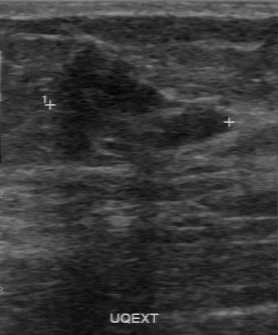
Imaging: breast sonogram. Acquired on GE Logiq 7 @10-14MHz.
Coordinates are pixels in the 278x335 image. Lesion region of interest: (52, 51) to (235, 167).